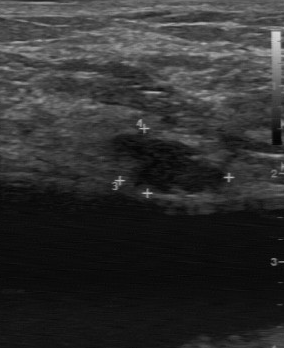
Modality: breast ultrasound.
Boundary: somewhat unclear. BI-RADS (first reader): 4. Second-reader BI-RADS: 4A. Calcifications: none. Internal echoes: hypoechoic. Lesion margin: partially regular. Confirmed outcome (biopsy or follow-up): benign. Pathology: fibroadenoma.